Imaging: breast ultrasound.
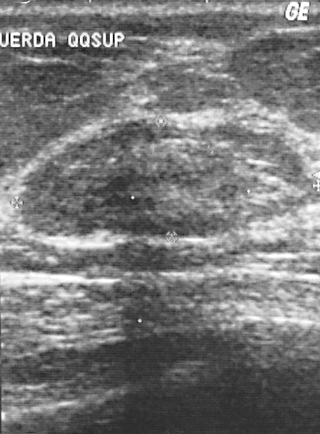
Lesion region of interest: 18 120 319 239.